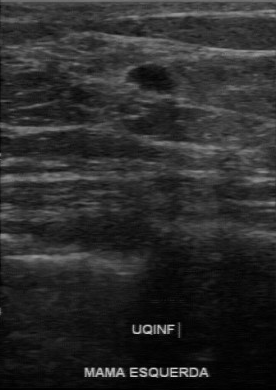
B-mode breast ultrasound.
(coordinates in a 276x390 pixel frame) The lesion is located within the bounding box [124, 65, 179, 93]. BI-RADS 4.